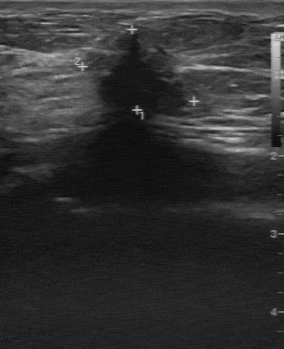
Modality: breast ultrasound image.
Coordinates are pixels in the 284x349 image. The breast lesion occupies approximately x1=92, y1=30, x2=191, y2=117.